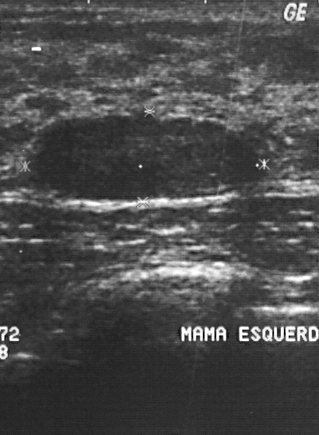
Imaging: breast ultrasound scan.
Coordinates are pixels in the 319x435 image. Segment the breast lesion: bounding box x1=28, y1=115, x2=261, y2=199. The breast lesion is benign on biopsy or follow-up.